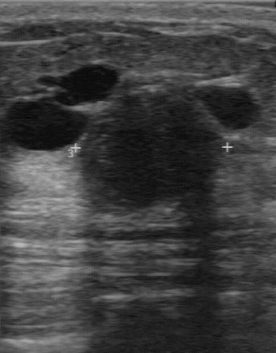
Breast ultrasound scan.
The original reader assigned BI-RADS 3. Findings on the second read (an independent reader): a hypoechoic mass, margin regular, boundary clear. There are no calcifications. The biopsy result was cyst; the mass is benign.